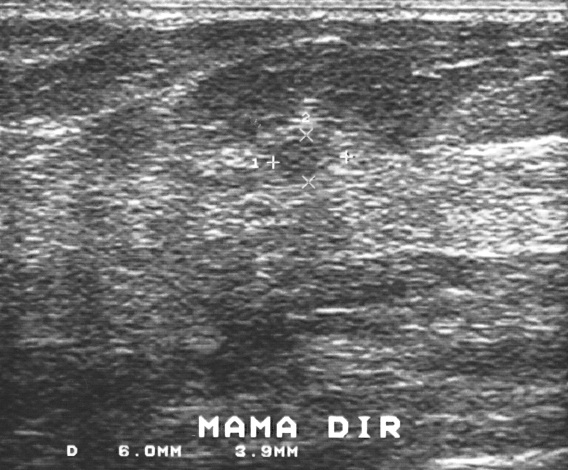
Imaging: breast sonogram.
Pixel coordinates (x1, y1, x2, y2): Lesion region of interest: top-left (276, 137), bottom-right (337, 179). The finding is benign on biopsy or follow-up. BI-RADS 3.